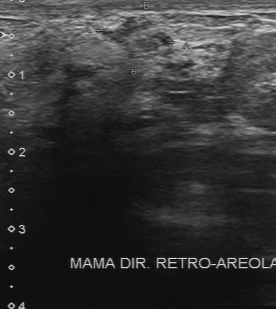
Breast sonogram.
Lesion characteristics:
- contour: partially regular
- calcifications: absent
- confirmed outcome (biopsy or follow-up): benign
- boundary: fairly clear
- echo pattern: heterogeneous